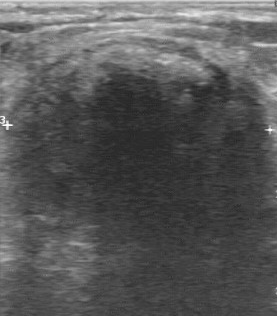
Modality: breast ultrasound scan.
Finding: mass, benign on biopsy or follow-up.